Modality: breast ultrasound image. Acquired on GE Logiq 7 @10-14MHz.
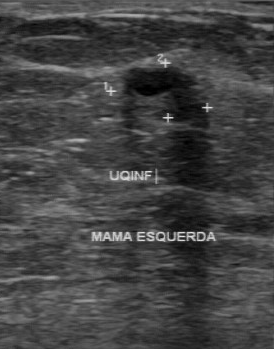
Breast ultrasound image findings:
- BI-RADS on independent re-read: 3
- histopathology: intraductal papilloma
- biopsy or follow-up result: benign
- original BI-RADS: 4